Modality: breast ultrasound.
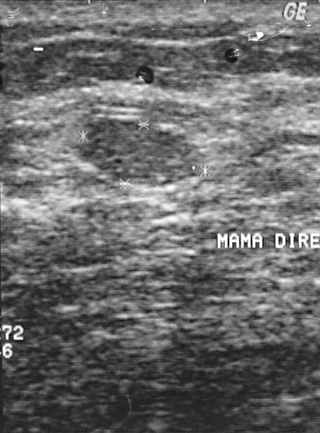
The finding is benign on biopsy or follow-up. The finding is assessed as BI-RADS 2. The biopsy result was fibroadenoma; the finding is benign.